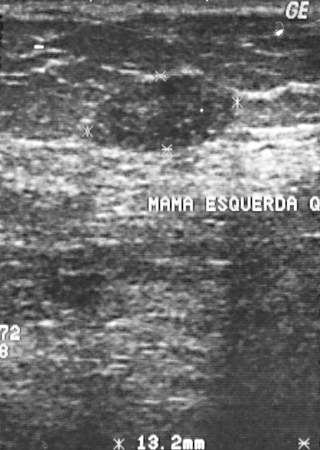
Imaging: breast sonogram.
A finding is present on this breast sonogram. BI-RADS category 2. Histopathology: fibroadenoma (benign).